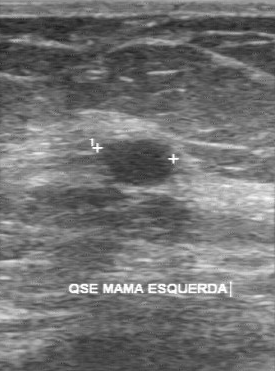
Breast sonogram.
BI-RADS 3 in the original read.
The following findings are from a second reader, independent of the original assessment.
The finding has a regular margin.
Its boundary is clear.
The finding is hypoechoic.
There are no calcifications.
Histopathology: fibroadenoma (benign).